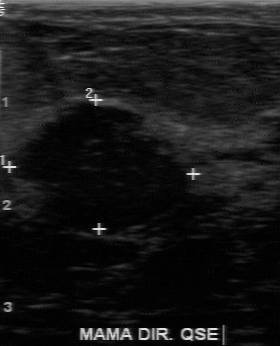
Breast ultrasound.
(coordinates in a 280x346 pixel frame) Breast lesion bounding box: top-left (14, 104), bottom-right (192, 229). The breast lesion is benign on biopsy or follow-up.